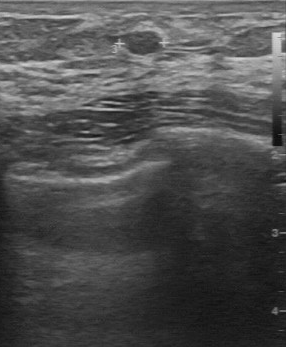
Imaging: breast sonogram.
BI-RADS 3 in the original read. On a second read by an independent reader: The mass has a regular margin. The lesion boundary is clear. Echo pattern: slightly hypoechoic. Calcifications: none. Histopathology: cyst (benign).